Modality: breast sonogram.
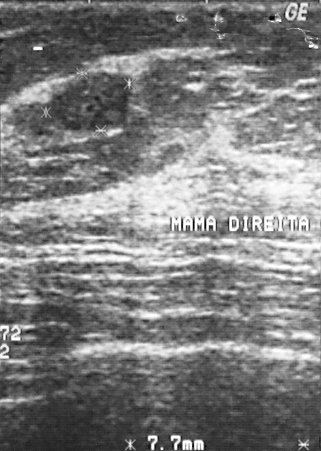
BI-RADS category 2.
Biopsy showed fibroadenoma, a benign finding.